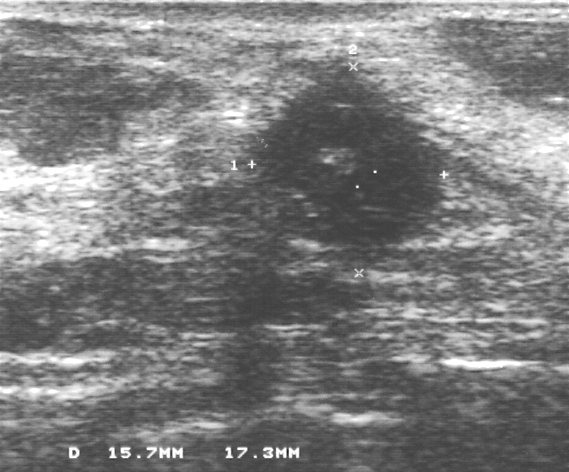
Modality: breast ultrasound.
Assigned BI-RADS 4.
Histopathology: invasive ductal carcinoma (malignant).
Outcome on biopsy or follow-up: malignant.